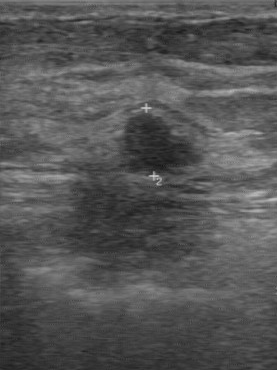
Imaging: B-mode breast ultrasound.
Pixel coordinates (x1, y1, x2, y2): The lesion is located within the bounding box [118, 113, 205, 177]. BI-RADS 4.